Imaging: breast ultrasound scan.
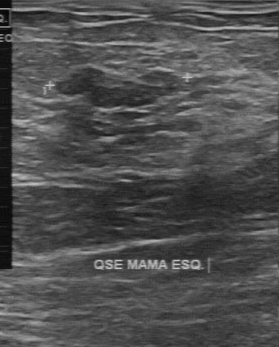
(coordinates in a 279x347 pixel frame) Lesion region of interest: 56 68 178 108.